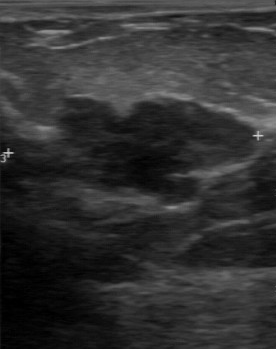
Modality: breast ultrasound scan. Scanner: GE Logiq 7 @10-14MHz.
The mass was assessed as BI-RADS 4 by the original reader. Findings on the second read (an independent reader): a hypoechoic mass, margin partially regular, boundary somewhat unclear. The biopsy result was intraductal papilloma; the mass is benign.